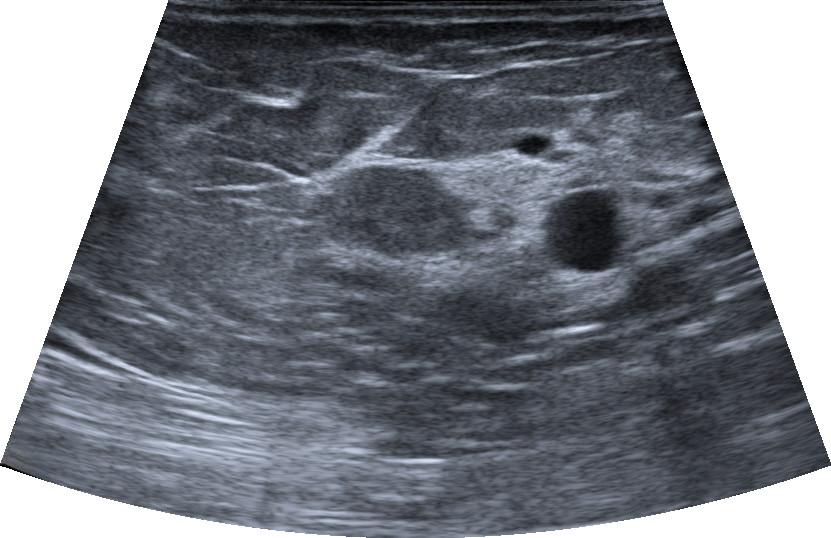
Imaging: breast US.
The margin is circumscribed.
Its echo pattern is hypoechoic.
Skin thickening: none.
There is no echogenic halo.
Posterior features: none.
The lesion appears oval.
Calcifications: none.
BI-RADS category 4B.
This lesion proved benign on biopsy or follow-up.
Biopsy result: Fibroadenoma.